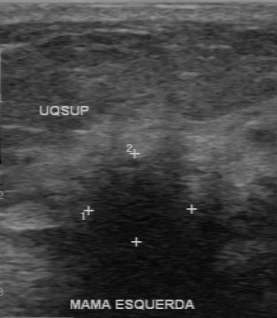
Scanner: GE Logiq 7 @10-14MHz. Modality: B-mode breast ultrasound.
The finding was categorized BI-RADS 4 in the original read. Descriptors from an independent second read (not the reader who assigned the category): The margin is irregular. Boundary: unclear. Internally the finding is hypoechoic. No calcifications are seen. Histopathology: invasive ductal carcinoma (malignant).